Imaging: breast ultrasound image.
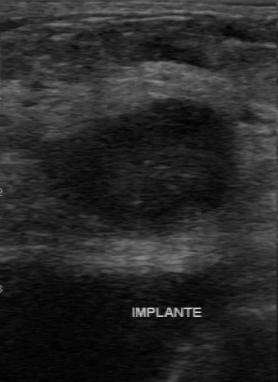
FINDINGS: BI-RADS (second read): 4A. Biopsy result: invasive ductal carcinoma. Original BI-RADS: 4.
OUTCOME ON BIOPSY OR FOLLOW-UP: malignant.